Modality: breast ultrasound scan.
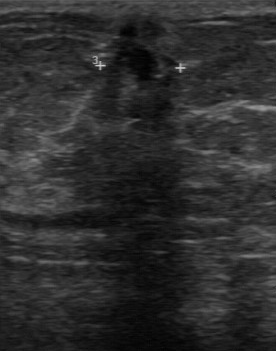
The lesion was categorized BI-RADS 4 in the original read.
Descriptors from an independent second read (not the reader who assigned the category):
Margin: partially regular.
Its boundary is clear.
The lesion has a mixed cystic and solid echo pattern.
No calcifications are seen.
Biopsy showed invasive ductal carcinoma, a malignant finding.